Imaging: breast ultrasound.
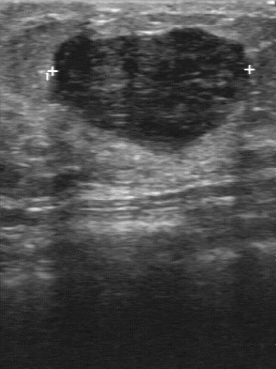
This breast ultrasound shows a breast lesion, benign on biopsy or follow-up. BI-RADS 3.